B-mode breast ultrasound.
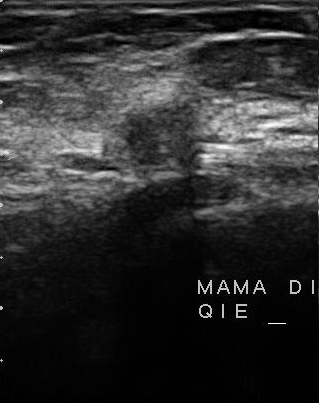
Pixel coordinates (x1, y1, x2, y2): The lesion is located within the bounding box (112,96)-(201,178). BI-RADS 4.